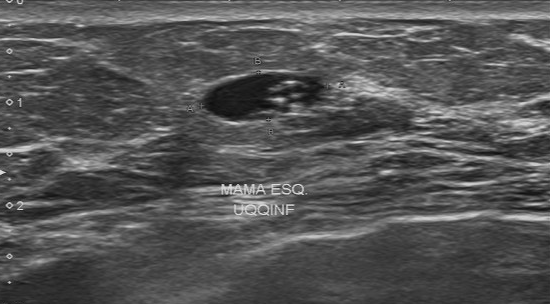
Modality: breast ultrasound image.
BI-RADS 4 in the original read; on a second read the margin is regular, the boundary clear and the finding hypoechoic. The finding contains multiple calcifications. Pathology confirmed benign hyperplasia.